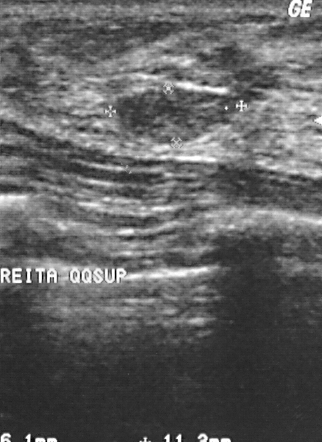
Breast ultrasound.
Mass: benign on biopsy or follow-up. BI-RADS 2.